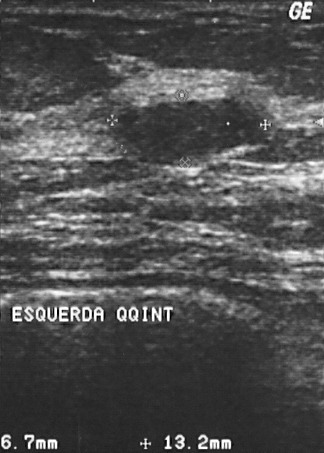
Imaging: breast US. Scanner: GE Logiq 5 @10-12MHz.
A finding is seen with confirmed outcome (biopsy or follow-up): benign, pathology: fibroadenoma, BI-RADS assessment: 2.